Acquired on GE Logiq 5 @10-12MHz. Breast sonogram.
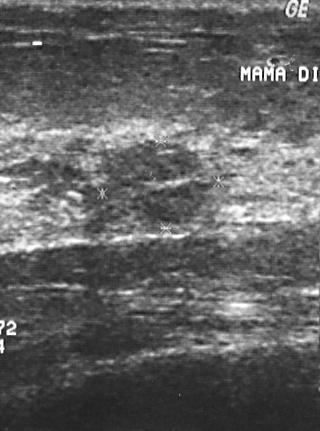
A mass is seen with biopsy or follow-up result: malignant, BI-RADS assessment: 4.